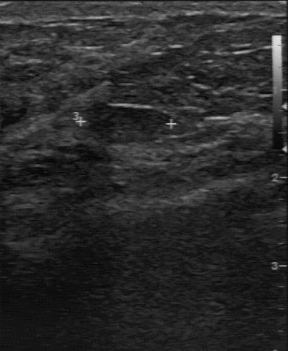
Modality: B-mode breast ultrasound.
BI-RADS 3 in the original read. A second reader, independent of the original assessment, describes a slightly hypoechoic lesion with a regular margin; the boundary is clear. Calcifications: none. The biopsy result was cyst; the lesion is benign.